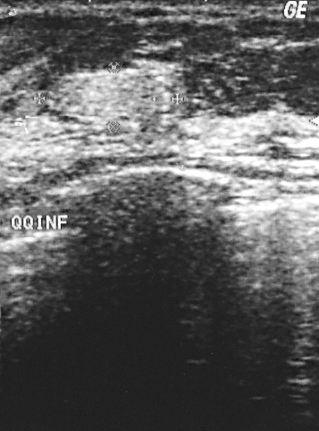
Imaging: breast ultrasound scan. Scanner: GE Logiq 5 @10-12MHz.
The mass is benign on biopsy or follow-up. BI-RADS assessment: 2. Histopathology: hamartoma (benign).